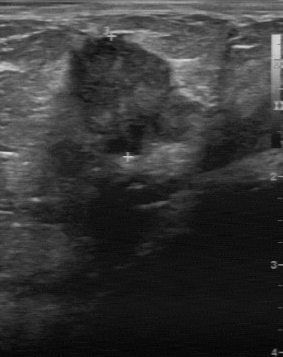
Modality: breast sonogram.
The mass is malignant on biopsy or follow-up.